Modality: breast US. Acquired on GE Logiq 5 @10-12MHz.
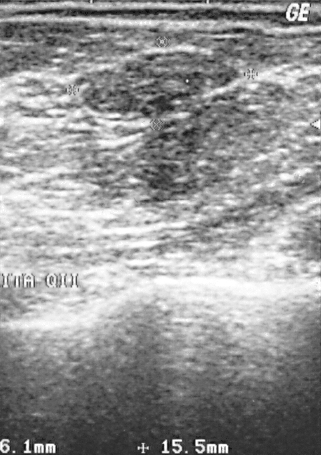
The breast lesion is located within the bounding box [82, 52, 235, 113]. The breast lesion is benign on biopsy or follow-up. BI-RADS 2.